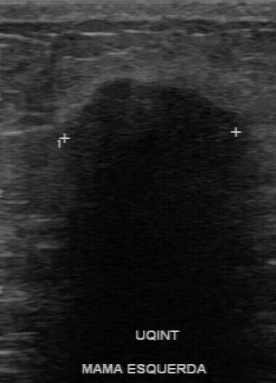
B-mode breast ultrasound.
Pixel coordinates (x1, y1, x2, y2): Lesion region of interest: (62,79)-(240,208). The lesion is malignant on biopsy or follow-up. BI-RADS 4.